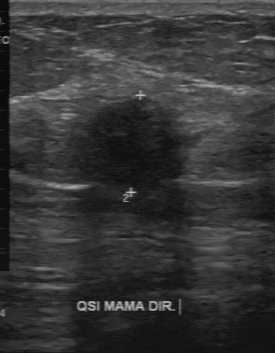
Imaging: breast ultrasound.
The breast lesion was assessed as BI-RADS 4 by the original reader. Descriptors from an independent second read (not the reader who assigned the category): Margin: irregular. The lesion boundary is unclear. Internally the breast lesion is hypoechoic. Calcifications: none. Histopathology: medullary carcinoma (malignant).